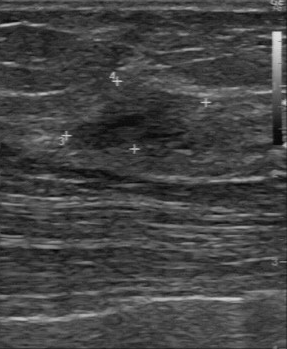
Breast ultrasound.
FINDINGS: Breast ultrasound. Lesion boundary: fairly clear. Calcifications: none. Internal echoes: slightly hypoechoic. Margin: partially regular.
OUTCOME ON BIOPSY OR FOLLOW-UP: benign.